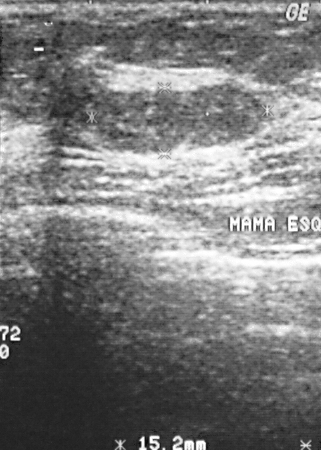
Modality: breast sonogram.
Finding: breast lesion, benign on biopsy or follow-up.